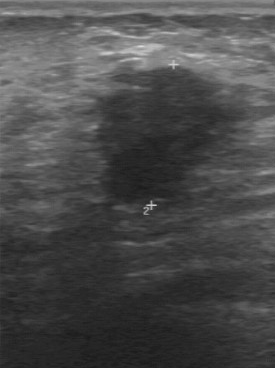
Acquired on GE Logiq 7 @10-14MHz. Modality: breast ultrasound image.
FINDINGS: Breast ultrasound image. Biopsy or follow-up result: malignant. BI-RADS: 4.
OUTCOME ON BIOPSY OR FOLLOW-UP: malignant.